Modality: breast ultrasound scan.
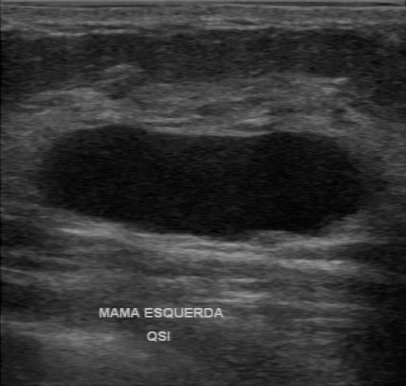
BI-RADS 2 in the original read. A second reader, independent of the original assessment, describes a hypoechoic lesion with a regular margin; the boundary is clear. Calcifications: none. Biopsy showed cyst, a benign finding.